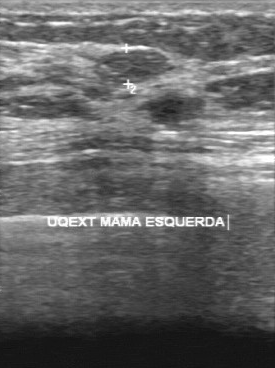
Modality: breast ultrasound image.
FINDINGS: Boundary: fairly clear. Outcome on biopsy or follow-up: benign. Calcifications: absent. Margin: regular. Echo pattern: slightly hypoechoic.